Scanner: GE Logiq 7 @10-14MHz. Breast sonogram.
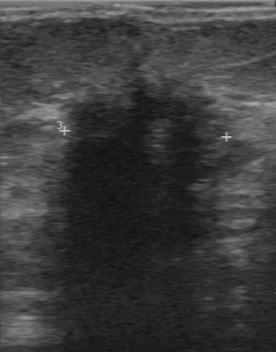
The breast lesion was categorized BI-RADS 4 in the original read. Descriptors from an independent second read (not the reader who assigned the category): The margin is irregular. Boundary: unclear. Internally the breast lesion is hypoechoic. Calcifications: none. Biopsy showed invasive ductal carcinoma, a malignant finding.